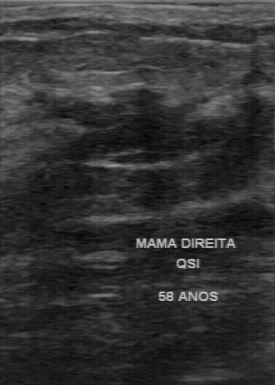
Modality: breast US.
A breast lesion is seen with calcifications: absent, somewhat unclear lesion boundary, BI-RADS (second read): 3, hypoechoic echo pattern, partially regular contour, confirmed outcome (biopsy or follow-up): benign.